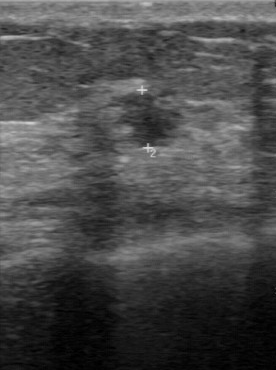
Modality: B-mode breast ultrasound. Scanner: GE Logiq 7 @10-14MHz.
B-mode breast ultrasound findings:
- calcifications: absent
- echogenicity: hypoechoic
- BI-RADS on independent re-read: 4A
- original BI-RADS: 4